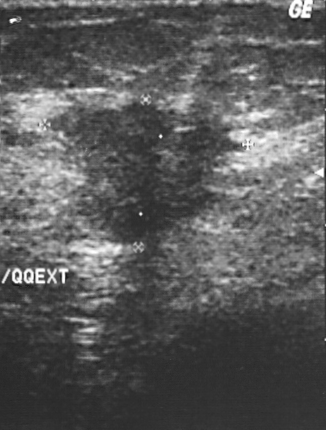
Imaging: breast US.
Coordinates are pixels in the 326x430 image. The breast lesion occupies approximately 49 101 247 245.